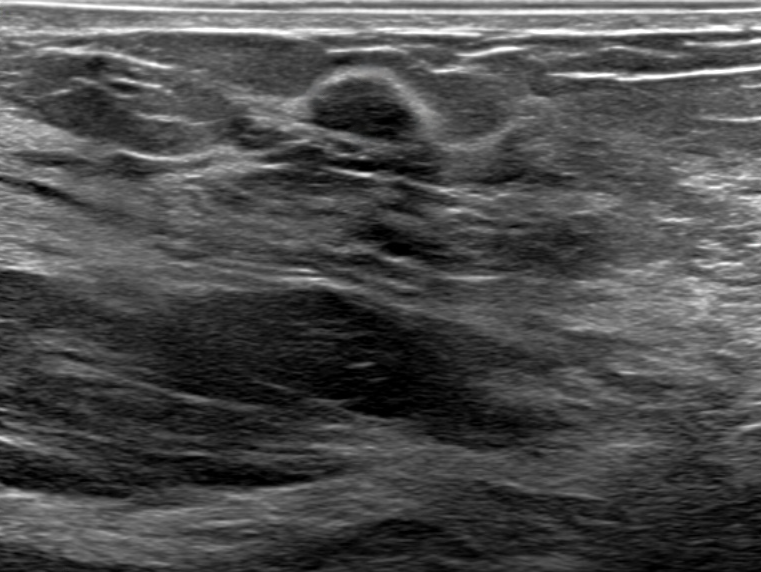
Background echotexture is heterogeneous: predominantly fat. Breast sonogram.
Findings: an oval breast lesion of hypoechoic echotexture with circumscribed margins. There are no posterior features. Echogenic halo: present. BI-RADS 4B; benign on biopsy or follow-up. Histopathology: Benign mammary dysplasia.